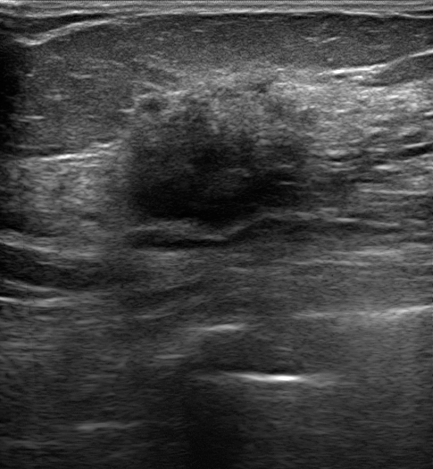
Patient age: 76. Modality: breast US.
Lesion: malignant on biopsy or follow-up. (BI-RADS category 5.)